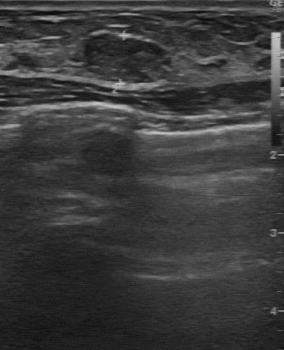
Breast US.
This breast US shows a finding with BI-RADS category: 3.